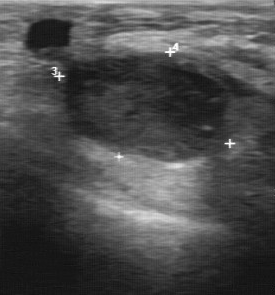
Modality: B-mode breast ultrasound.
The mass was categorized BI-RADS 3 in the original read. A second, independent read describes the mass as follows. The lesion boundary is clear. Internally the mass is slightly hypoechoic. There are no calcifications. The mass has a regular margin. Histopathology: invasive ductal carcinoma (malignant).